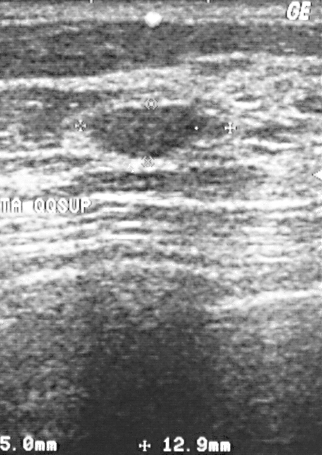
Modality: B-mode breast ultrasound.
Pixel coordinates (x1, y1, x2, y2): Segment the breast lesion: bounding box (88, 105) to (205, 158).